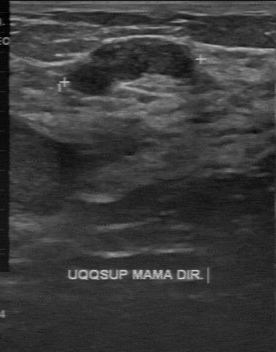
Modality: B-mode breast ultrasound.
BI-RADS 3 in the original read. A second, independent read describes the finding as follows. The margin is partially regular. The lesion boundary is fairly clear. The finding is hypoechoic. No calcifications are seen. Histopathology: fibroadenoma (benign).